Imaging: breast ultrasound scan.
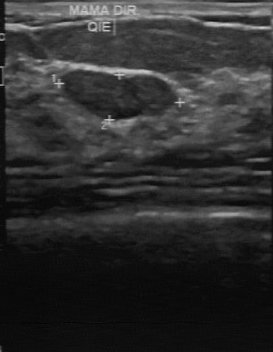
BI-RADS 3 in the original read. A second, independent read describes the breast lesion as follows. The margin is regular. Its boundary is clear. Internally the breast lesion is hypoechoic. No calcifications are seen. The biopsy result was fibroadenoma; the breast lesion is benign.